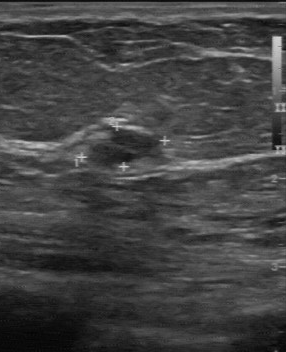
Acquired on GE Logiq 7 @10-14MHz. B-mode breast ultrasound.
Lesion boundary: clear. Calcifications: absent. Echogenicity: slightly hypoechoic. Margin: regular.